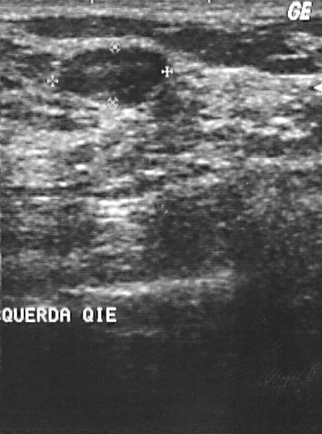
Breast ultrasound.
This breast ultrasound shows a finding, benign on biopsy or follow-up. (BI-RADS category 2.)